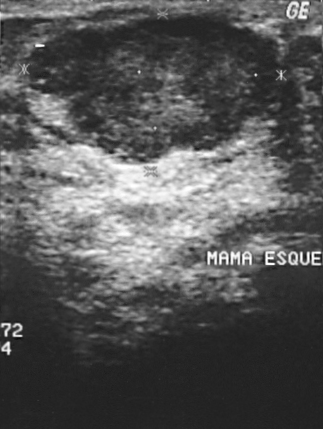
Imaging: breast sonogram.
A lesion is present on this breast sonogram. Assessment: BI-RADS 4. Biopsy showed invasive ductal carcinoma, a malignant finding.